Breast ultrasound scan.
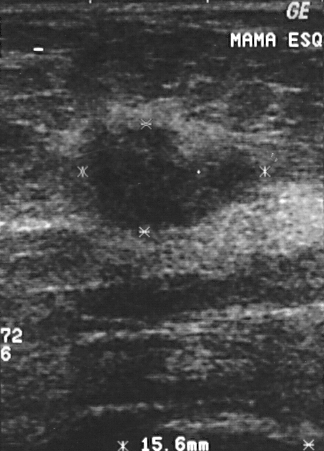
The finding demonstrates biopsy or follow-up result: malignant, BI-RADS: 4.